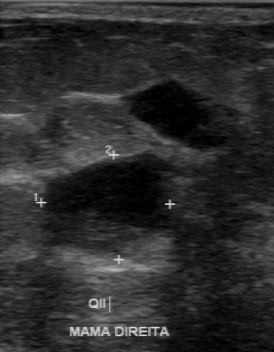
Modality: breast ultrasound image.
- lesion margin: partially regular
- independent BI-RADS assessment: 4B
- biopsy or follow-up result: malignant
- calcifications: absent
- internal echoes: mixed cystic and solid